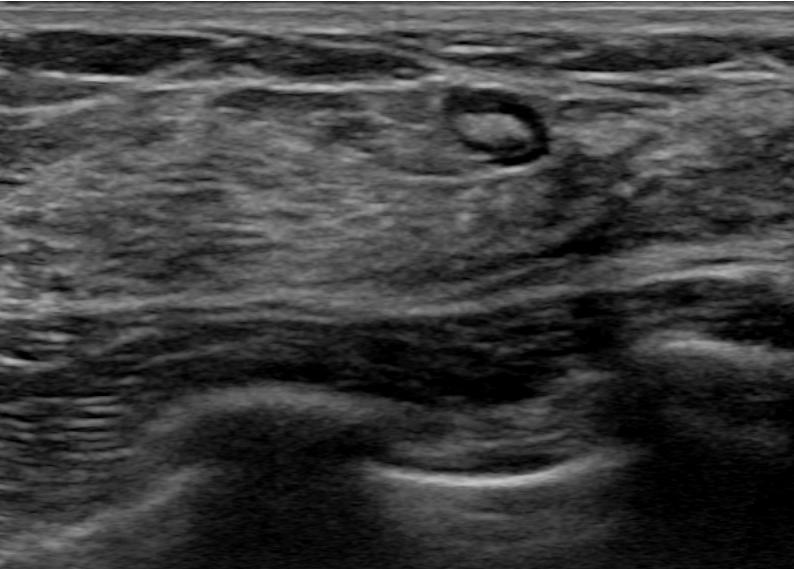
Breast ultrasound scan.
Breast lesion: benign on biopsy or follow-up.